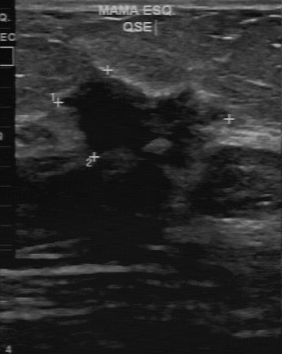
Imaging: breast US. Acquired on GE Logiq 7 @10-14MHz.
(coordinates in a 282x354 pixel frame) The finding is located within the bounding box 55 75 228 169.